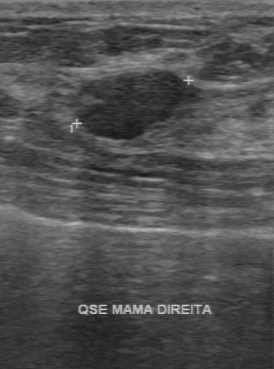
Acquired on GE Logiq 7 @10-14MHz. Modality: breast US.
The pathology is fibroadenoma. The BI-RADS is 3.